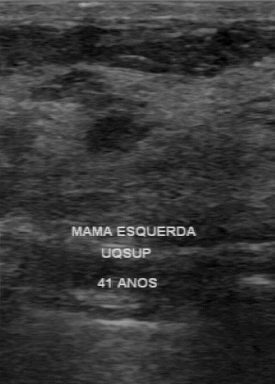
B-mode breast ultrasound.
The original reader assigned BI-RADS 4. The following findings are from a second reader, independent of the original assessment. Margin: regular. Boundary: clear. Internally the finding is hypoechoic. Calcifications: none. The biopsy result was phyllodes tumor; the finding is benign.